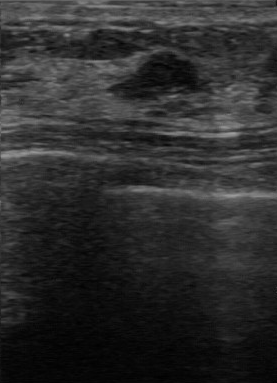
Modality: B-mode breast ultrasound.
Pixel coordinates (x1, y1, x2, y2): The mass occupies approximately x1=111, y1=52, x2=198, y2=99. BI-RADS 4.